Modality: B-mode breast ultrasound.
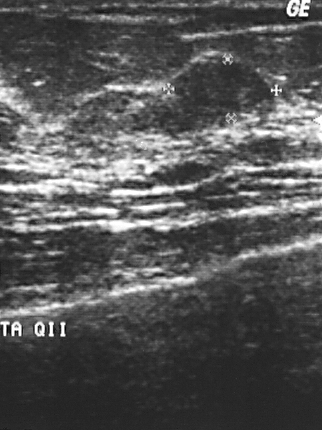
BI-RADS assessment: 2. Histopathology: fibroadenoma. Outcome on biopsy or follow-up: benign.